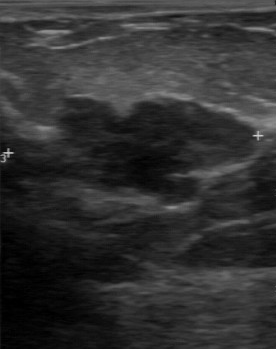
Modality: breast US.
Finding: lesion, benign on biopsy or follow-up.